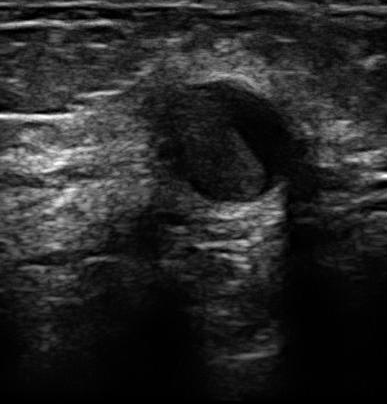
Imaging: B-mode breast ultrasound.
A mass is seen with confirmed outcome (biopsy or follow-up): benign, BI-RADS: 3, biopsy result: cyst.